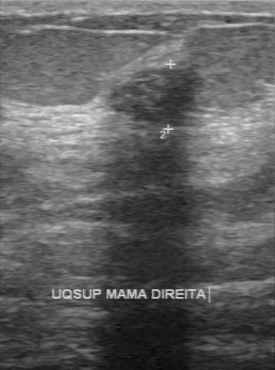
Modality: breast ultrasound scan.
Lesion margin: regular. Calcifications: absent. Boundary: clear. BI-RADS on independent re-read: 3. Biopsy or follow-up result: benign. Echo pattern: hypoechoic.
OUTCOME ON BIOPSY OR FOLLOW-UP: benign.